Breast ultrasound scan.
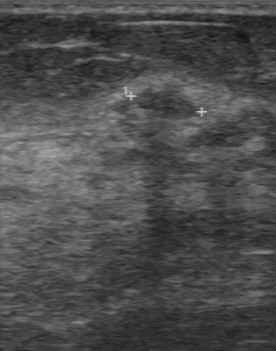
Biopsy or follow-up result: benign. (BI-RADS category 4.)